Breast ultrasound image.
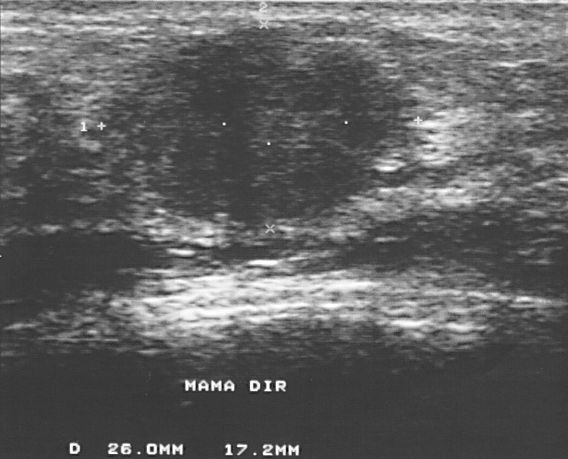
Lesion characteristics:
- BI-RADS assessment: 4
- biopsy result: invasive ductal carcinoma